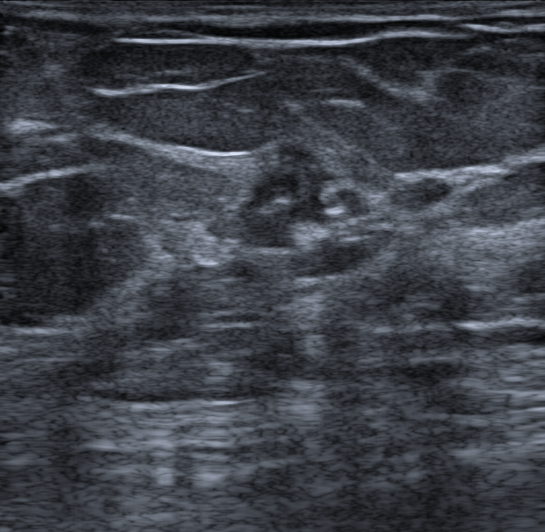
Modality: breast ultrasound scan.
The BI-RADS category is 4B. The shape is irregular. Echogenicity is heterogeneous. There is no echogenic halo. The calcifications are in a mass. Radiologic interpretation is Suspicion of malignancy; Dysplasia. The borders are not circumscribed - spiculated and indistinct. There are no posterior features.